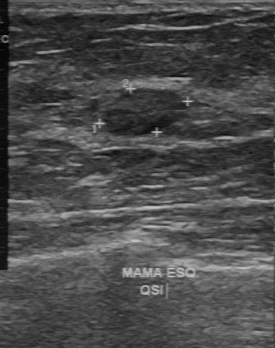
Imaging: breast ultrasound image. Scanner: GE Logiq 7 @10-14MHz.
The lesion was assessed as BI-RADS 2 by the original reader. A second reader, independent of the original assessment, describes a slightly hypoechoic lesion with a regular margin; the boundary is clear. Calcifications: none. Biopsy showed fibroadenoma, a benign finding.